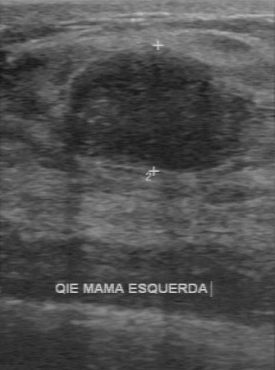
Scanner: GE Logiq 7 @10-14MHz. Imaging: breast ultrasound.
Coordinates are pixels in the 275x370 image. The mass is located within the bounding box (63,50)-(250,172). The mass is benign on biopsy or follow-up.